Imaging: breast ultrasound scan.
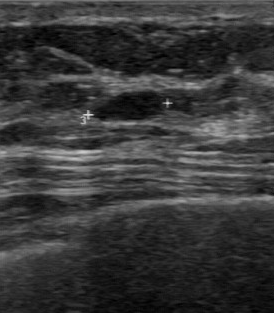
This breast ultrasound scan shows a lesion with hypoechoic echo pattern, BI-RADS (second read): 3, BI-RADS (first reader): 2, clear boundary, regular lesion margin.